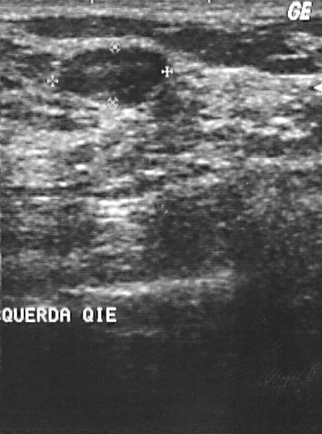
B-mode breast ultrasound.
Histopathology: fibroadenoma (benign).
BI-RADS assessment: 2.